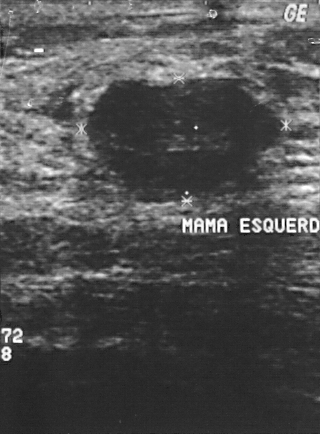
Modality: B-mode breast ultrasound.
Outcome on biopsy or follow-up: benign. BI-RADS category: 2. Biopsy result is fibroadenoma.